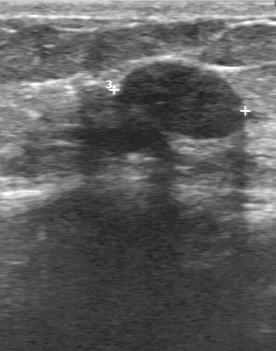
B-mode breast ultrasound.
The breast lesion demonstrates regular margin, clear lesion boundary, hypoechoic echo pattern, confirmed outcome (biopsy or follow-up): benign, calcifications: absent.